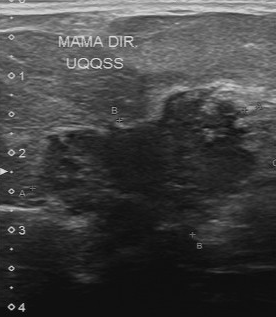
Breast sonogram.
BI-RADS 5 in the original read.
Descriptors from an independent second read (not the reader who assigned the category):
The mass has an irregular margin.
The lesion boundary is unclear.
The mass is hypoechoic.
Calcifications: multiple calcifications.
The biopsy result was invasive ductal carcinoma; the mass is malignant.